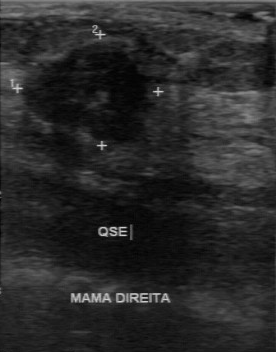
Modality: breast ultrasound scan.
Breast ultrasound scan findings:
- internal echoes: hypoechoic
- confirmed outcome (biopsy or follow-up): malignant
- boundary: unclear
- calcifications: none
- margin: irregular